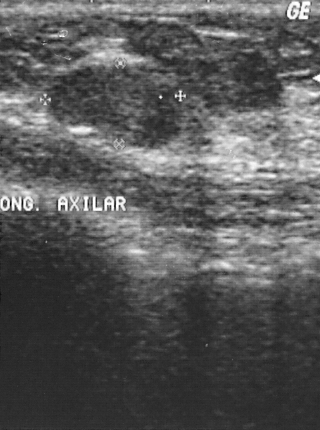
Modality: B-mode breast ultrasound.
Breast lesion: benign on biopsy or follow-up. BI-RADS 2.